Imaging: breast ultrasound.
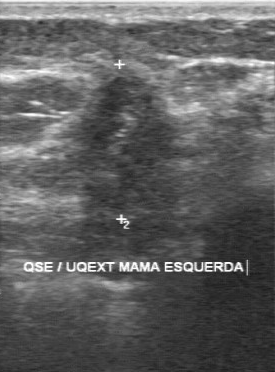
Margin is irregular. The lesion boundary is unclear. The histopathology is invasive ductal carcinoma. The echogenicity is slightly hypoechoic. Independent BI-RADS assessment: 4B.